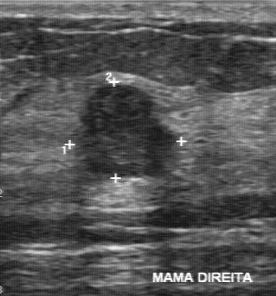
Imaging: breast ultrasound scan.
The echogenicity is slightly hypoechoic. Boundary is fairly clear. Lesion margin: partially regular. Calcifications are absent.